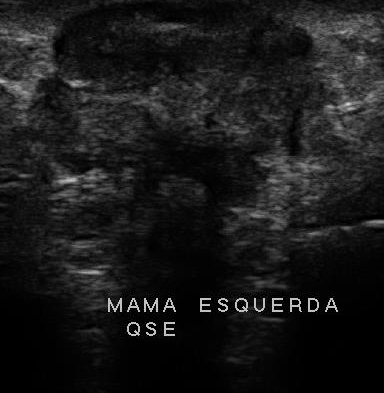
Modality: breast sonogram. Scanner: U-Systems @10-14MHz.
Original-read BI-RADS category: 5. The following findings are from a second reader, independent of the original assessment. Margin: irregular. Its boundary is unclear. Echo pattern: heterogeneous. Calcifications: multiple calcifications. Histopathology: invasive ductal carcinoma (malignant).